Breast ultrasound.
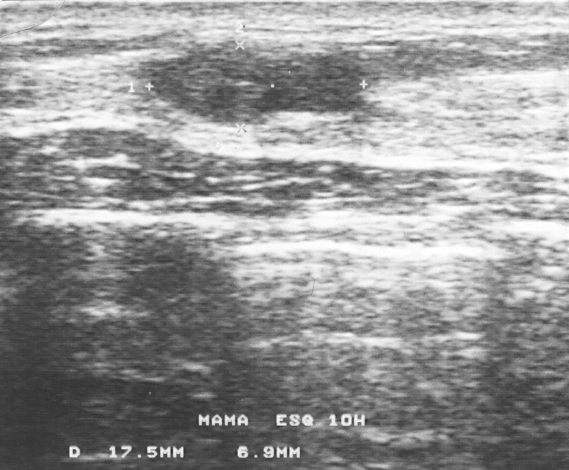
Segment the lesion: bounding box x1=148, y1=40, x2=364, y2=124. BI-RADS 3.